Breast ultrasound. Acquired on GE Logiq 7 @10-14MHz.
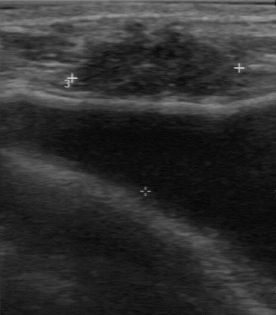
BI-RADS 4 in the original read. Findings on the second read (an independent reader): a hypoechoic breast lesion, margin partially regular, boundary somewhat unclear. Biopsy showed invasive ductal carcinoma, a malignant finding.